Imaging: breast sonogram.
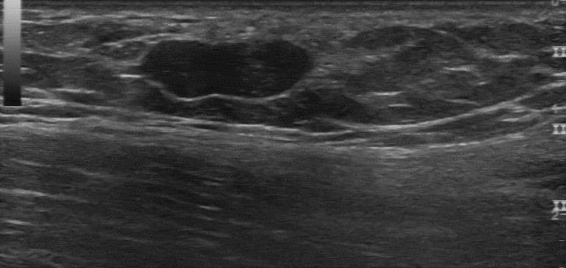
The breast lesion was categorized BI-RADS 2 in the original read.
A second, independent read describes the breast lesion as follows.
Margin: regular.
Boundary: clear.
The breast lesion is hypoechoic.
Calcifications: none.
Histopathology: fibroadenoma (benign).